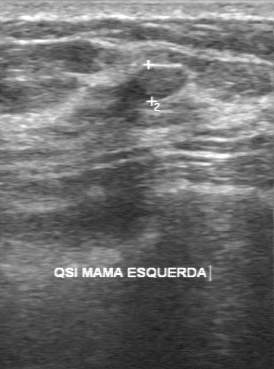
Modality: breast ultrasound.
The mass is located within the bounding box [125, 67, 187, 100]. The mass is benign on biopsy or follow-up.